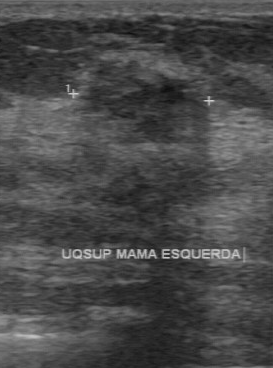
Imaging: breast ultrasound scan.
BI-RADS 4 in the original read.
A second, independent read describes the mass as follows.
The margin is partially regular.
The lesion boundary is somewhat unclear.
Echo pattern: hypoechoic.
No calcifications are seen.
The biopsy result was invasive ductal carcinoma; the mass is malignant.